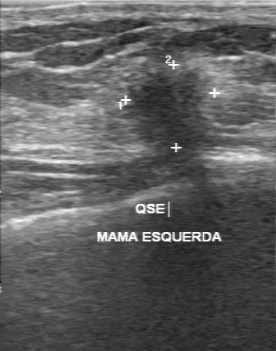
B-mode breast ultrasound.
Lesion margin is irregular. The internal echoes are hypoechoic. The lesion boundary is unclear. There are no calcifications.